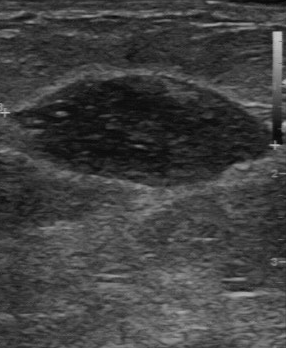
B-mode breast ultrasound.
A finding is seen with pathology: mastitis, confirmed outcome (biopsy or follow-up): benign, BI-RADS category: 2.